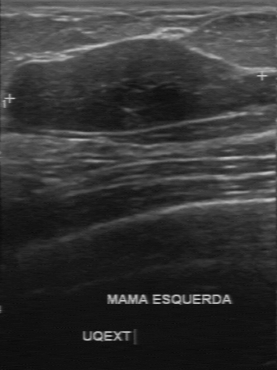
Imaging: breast ultrasound image. Scanner: GE Logiq 7 @10-14MHz.
Breast ultrasound image findings:
- contour: regular
- internal echoes: hypoechoic
- confirmed outcome (biopsy or follow-up): benign
- lesion boundary: clear
- biopsy result: fibroadenoma
- calcifications: none